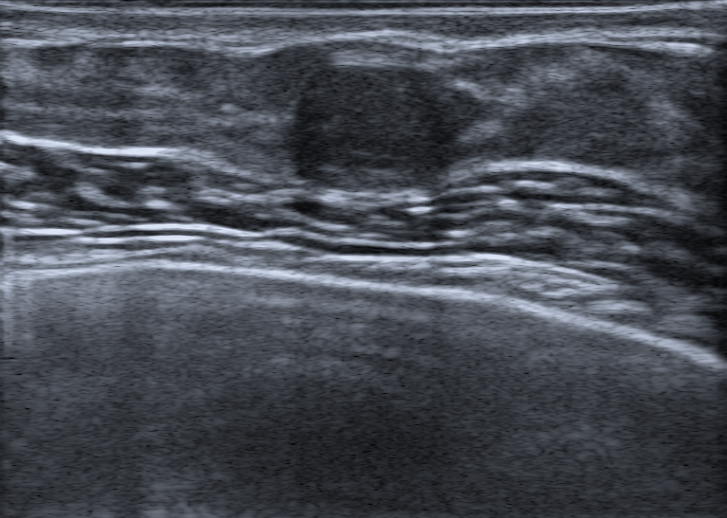
B-mode breast ultrasound.
The finding is located within the bounding box top-left (286, 64), bottom-right (459, 196).